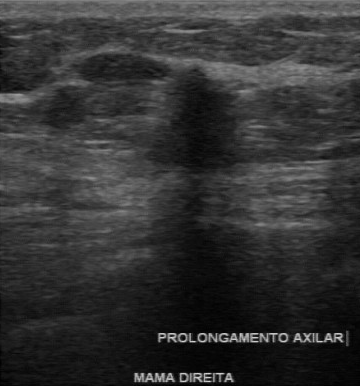
Imaging: breast sonogram.
FINDINGS: Margin: irregular. Echogenicity: hypoechoic. Boundary: unclear. Calcifications: none.
OUTCOME ON BIOPSY OR FOLLOW-UP: malignant.